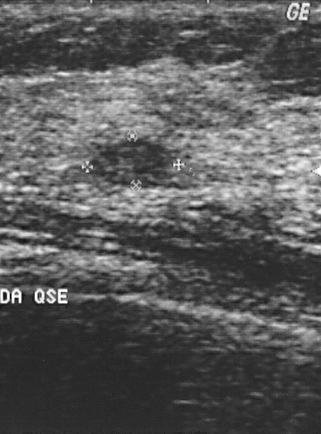
Modality: breast US. Acquired on GE Logiq 5 @10-12MHz.
Finding: lesion, benign on biopsy or follow-up.